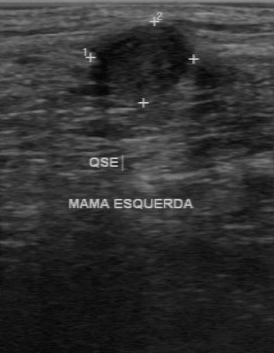
Imaging: breast sonogram.
Breast sonogram findings:
- echogenicity: slightly hypoechoic
- confirmed outcome (biopsy or follow-up): malignant
- calcifications: none
- second-reader BI-RADS: 3